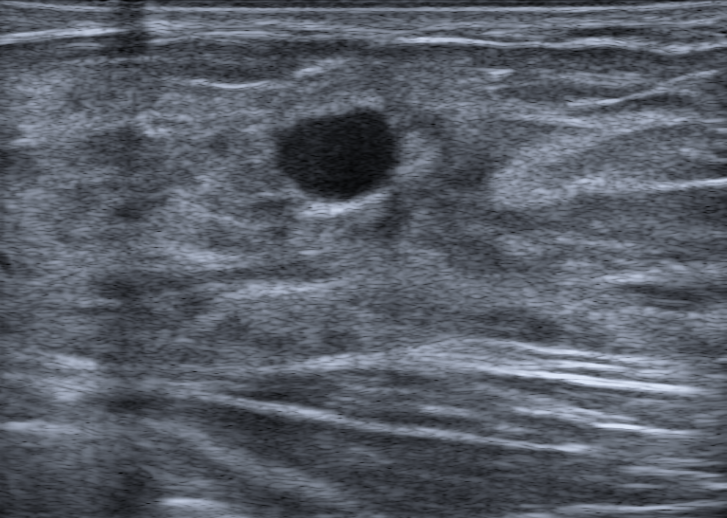
Imaging: breast US.
- differential: Cyst filled with thick fluid
- BI-RADS assessment: 2
- posterior features: enhancement
- skin thickening: none
- echogenic halo: none
- confirmed outcome (biopsy or follow-up): benign
- borders: circumscribed
- echogenicity: hypoechoic
- calcifications: absent
- lesion shape: oval